Imaging: breast ultrasound.
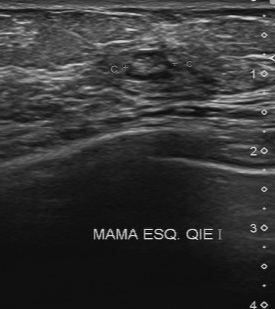
This breast ultrasound shows a finding with BI-RADS (second read): 4A, regular lesion margin, original BI-RADS: 3.